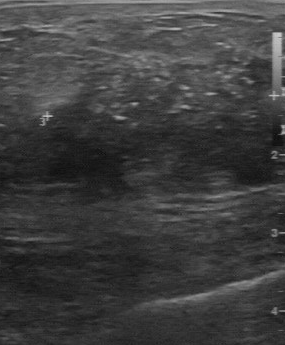
Modality: breast sonogram.
Original-read BI-RADS category: 4.
The following findings are from a second reader, independent of the original assessment.
The lesion has an irregular margin.
Its boundary is unclear.
Echo pattern: heterogeneous.
There are multiple clustered microcalcifications.
Biopsy showed invasive ductal carcinoma, a malignant finding.